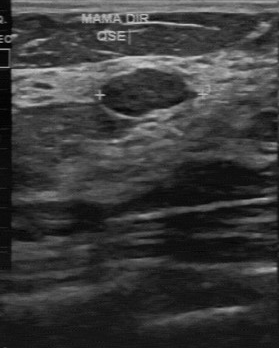
Scanner: GE Logiq 7 @10-14MHz. Imaging: breast sonogram.
The mass is benign on biopsy or follow-up. BI-RADS 3.